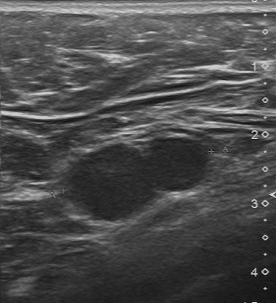
Imaging: breast ultrasound scan.
FINDINGS: Calcifications: absent. Boundary: clear. Contour: partially regular. Echo pattern: hypoechoic.